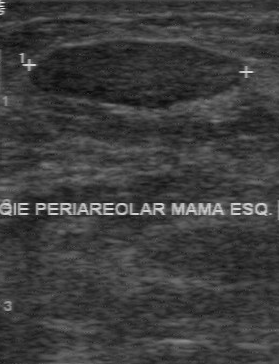
Modality: breast ultrasound image.
BI-RADS 2 in the original read.
The following findings are from a second reader, independent of the original assessment.
The margin is regular.
Its boundary is clear.
Echo pattern: hypoechoic.
Calcifications: none.
The biopsy result was fibroadenoma; the mass is benign.